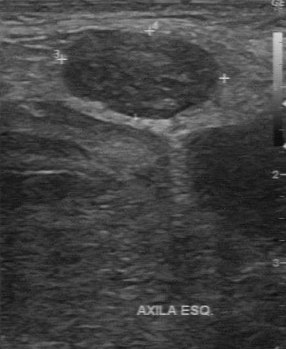
Modality: breast sonogram.
BI-RADS assessment: 4. Biopsy or follow-up result: malignant.
OUTCOME ON BIOPSY OR FOLLOW-UP: malignant.